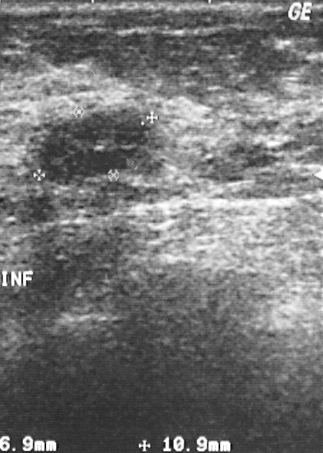
Breast ultrasound image.
FINDINGS: BI-RADS category: 3. Outcome on biopsy or follow-up: benign.
OUTCOME ON BIOPSY OR FOLLOW-UP: benign.